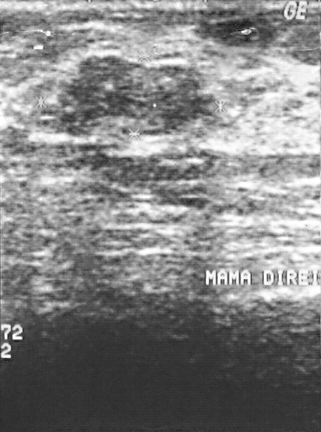
Imaging: breast sonogram. Acquired on GE Logiq 5 @10-12MHz.
Histopathology: fibrocystic changes. Biopsy or follow-up result: benign. Assigned BI-RADS 3.